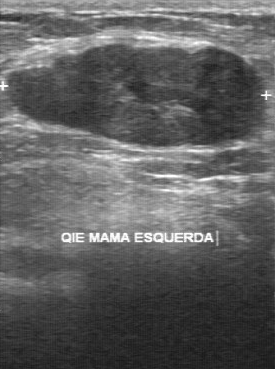
Breast ultrasound image.
The mass demonstrates histopathology: fibroadenoma, BI-RADS category: 3, outcome on biopsy or follow-up: benign.